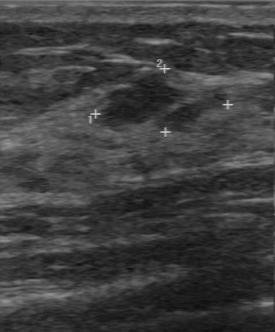
Breast sonogram.
Finding: mass, benign on biopsy or follow-up. BI-RADS 3.